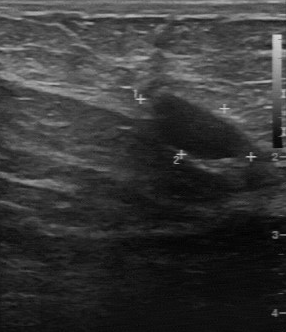
Breast sonogram.
Contour: regular. Calcifications are absent. Lesion boundary is clear. Echo pattern is hypoechoic.